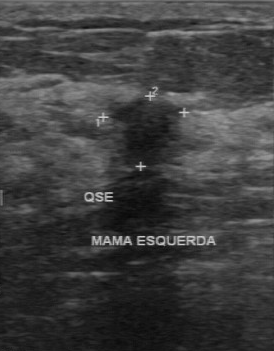
Modality: breast ultrasound.
Calcifications: none. Second-reader BI-RADS: 4B. Echo pattern: hypoechoic.
OUTCOME ON BIOPSY OR FOLLOW-UP: malignant.